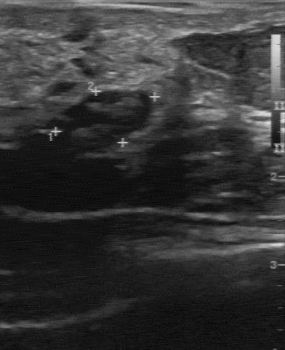
Breast US.
Lesion characteristics:
- second-reader BI-RADS: 3
- lesion boundary: clear
- echogenicity: heterogeneous
- contour: regular
- calcifications: absent